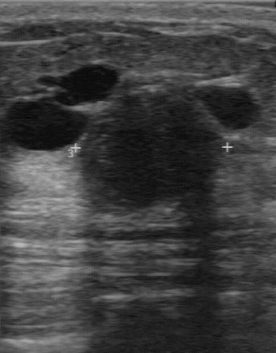
Breast sonogram.
Confirmed outcome (biopsy or follow-up) is benign. The contour is regular. Second-reader BI-RADS is 3. The boundary is clear. Original BI-RADS: 3.